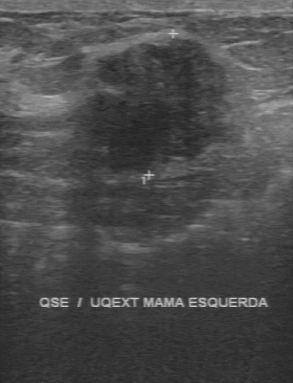
Imaging: breast US.
This breast US shows a finding, benign on biopsy or follow-up.